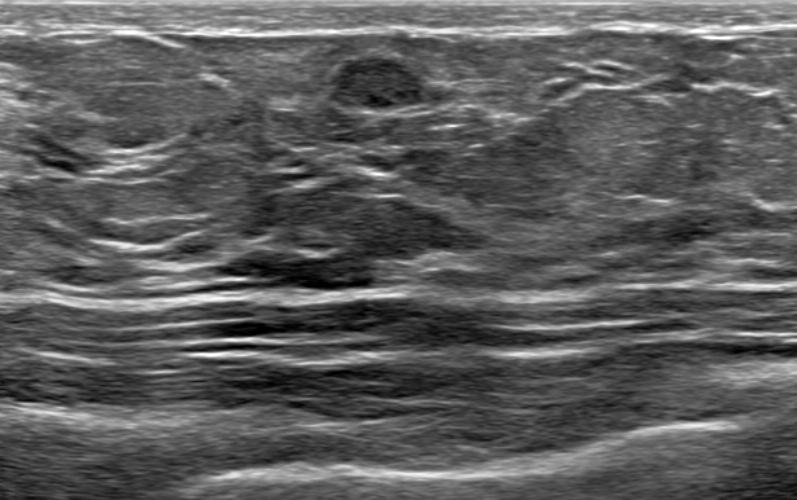
Modality: B-mode breast ultrasound.
There is an oval mass that is heterogeneous, with a circumscribed margin. No posterior acoustic features are seen. BI-RADS 3; outcome on biopsy or follow-up: benign. Radiologic interpretation: Fibroadenoma; Lacteal cyst. Verification: follow-up care.